Modality: breast ultrasound.
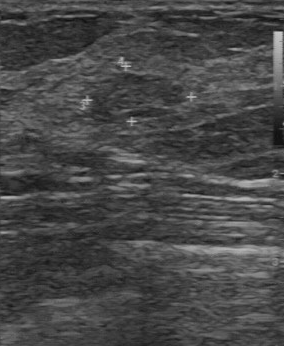
The finding was categorized BI-RADS 2 in the original read. A second, independent read describes the finding as follows. Its boundary is fairly clear. Echo pattern: slightly hypoechoic. Margin: regular. There are no calcifications. The biopsy result was fibroadenoma; the finding is benign.